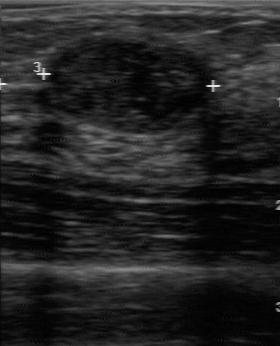
Modality: B-mode breast ultrasound.
This B-mode breast ultrasound shows a lesion with outcome on biopsy or follow-up: benign, hypoechoic echo pattern, regular margin, calcifications: absent, clear boundary.